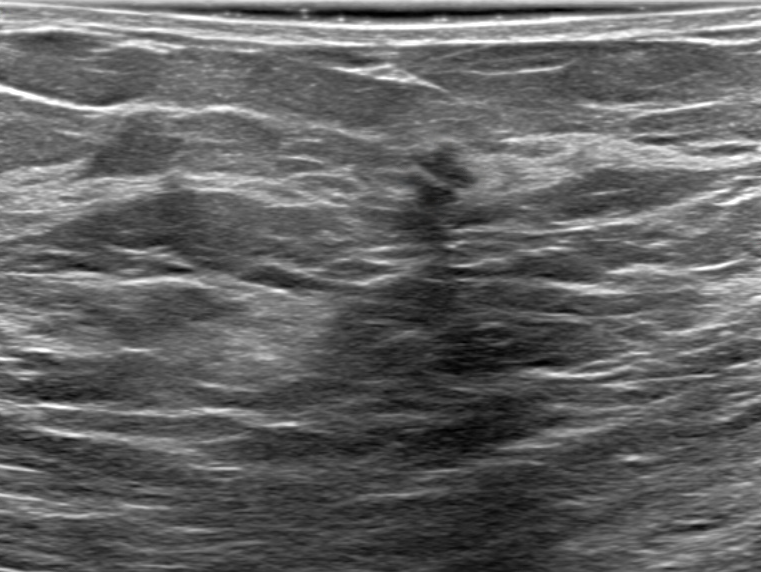
Imaging: breast sonogram.
The lesion appears irregular. There is no skin thickening. The margin is not circumscribed (angular and indistinct). The lesion is hypoechoic. Posterior shadowing is present. Calcifications: none. There is no echogenic halo. Outcome on biopsy or follow-up: benign. Radiologist's impression: Suspicion of malignancy. The lesion is assessed as BI-RADS 5.